Breast ultrasound image.
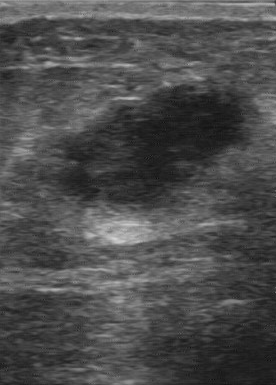
Biopsy or follow-up result: malignant. The BI-RADS category is 5. The histopathology is invasive ductal carcinoma.